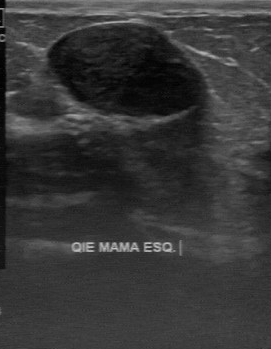
Breast ultrasound image.
Second-reader BI-RADS is 4A. No calcifications are seen.